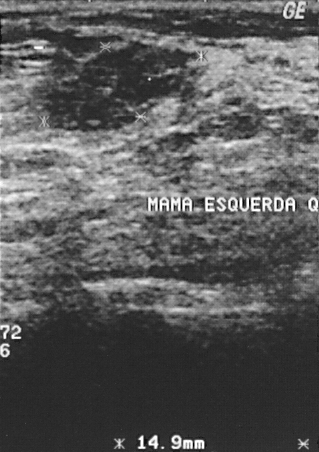
B-mode breast ultrasound.
Biopsy or follow-up result: benign.